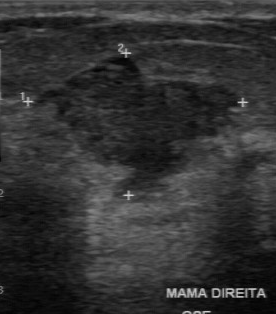
Modality: breast ultrasound scan.
The mass is located within the bounding box [51, 56, 238, 171].